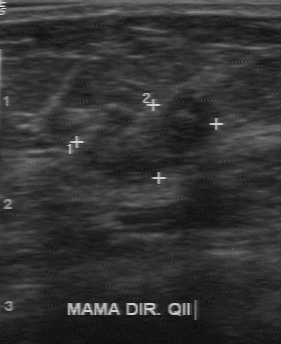
Breast sonogram.
Mass: malignant on biopsy or follow-up. BI-RADS 4.